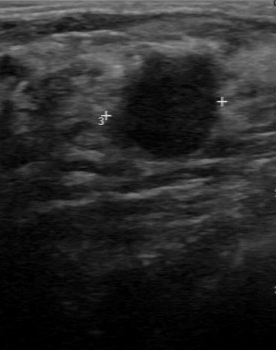
Imaging: B-mode breast ultrasound.
This B-mode breast ultrasound shows a finding with hypoechoic echo pattern, calcifications: none, clear boundary, confirmed outcome (biopsy or follow-up): benign, partially regular contour.